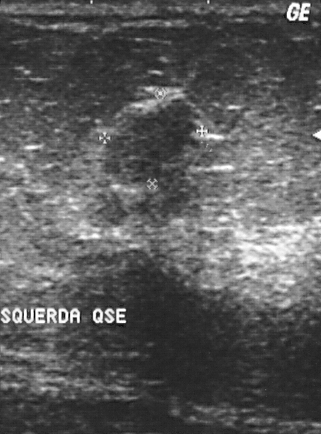
Imaging: breast ultrasound.
A lesion is seen. BI-RADS category 2. Histopathology: fibroadenoma (benign).